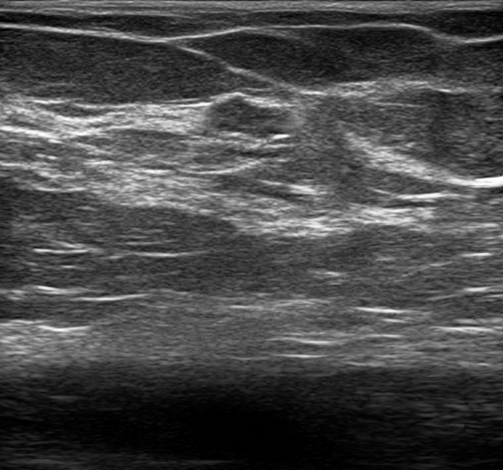
Breast ultrasound scan.
Echogenic halo: none. Pathology: Fibroadenoma. Borders: circumscribed. The posterior features are absent. The BI-RADS assessment is 3. There are no calcifications. Verification: confirmed by biopsy.